Breast US.
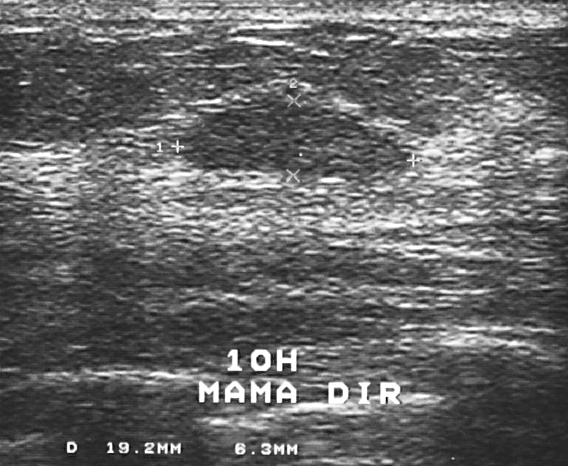
Coordinates are pixels in the 568x466 image. Lesion region of interest: 182 103 375 175. The mass is benign on biopsy or follow-up.